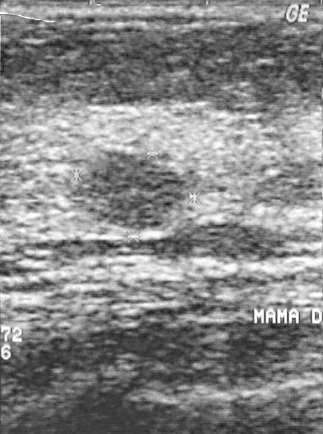
Modality: breast ultrasound scan.
Lesion region of interest: (67, 152) to (194, 230).